Imaging: breast ultrasound.
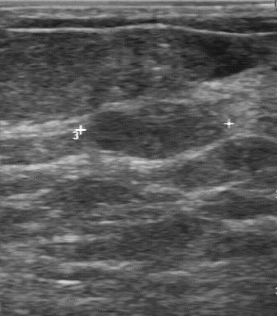
Outcome on biopsy or follow-up: benign.